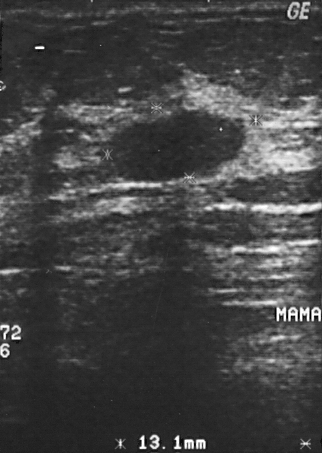
Imaging: breast ultrasound image.
This breast ultrasound image shows a mass. BI-RADS category 2. The biopsy result was fibroadenoma; the mass is benign.